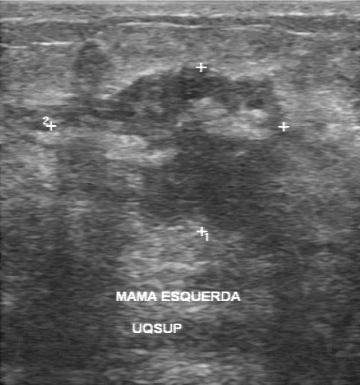
Breast ultrasound.
The finding was categorized BI-RADS 5 in the original read. A second, independent read describes the finding as follows. The finding contains multiple calcifications. The margin is irregular. Echo pattern: heterogeneous. Its boundary is unclear. Histopathology: invasive ductal carcinoma (malignant).